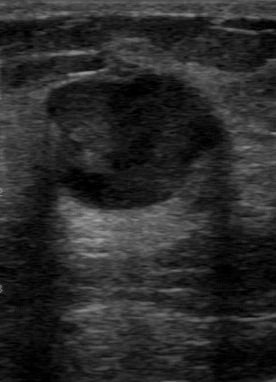
Scanner: GE Logiq 7 @10-14MHz. Breast sonogram.
BI-RADS 4 in the original read. A second, independent read describes the lesion as follows. The lesion has a partially regular margin. Boundary: fairly clear. The lesion has a mixed cystic and solid echo pattern. Calcifications: none. The biopsy result was intraductal papilloma; the lesion is benign.